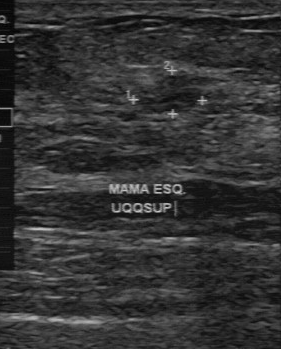
Modality: breast ultrasound image.
Biopsy or follow-up result: benign.